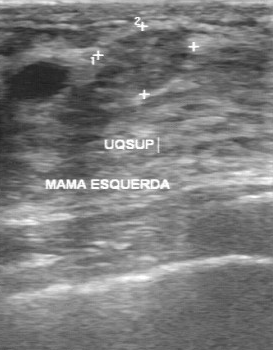
Modality: breast ultrasound image.
A lesion is seen with second-reader BI-RADS: 4A, slightly hypoechoic echo pattern, regular lesion margin.